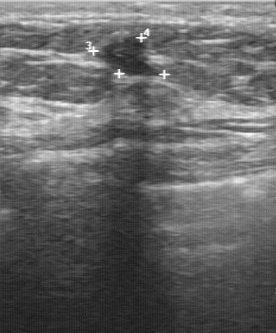
Breast US. Scanner: GE Logiq 7 @10-14MHz.
The breast lesion occupies approximately 95 35 169 77.